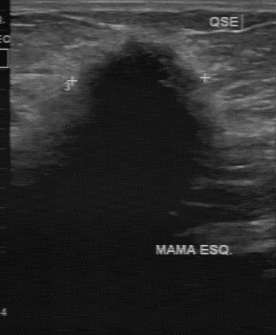
Breast US.
BI-RADS 4 in the original read. A second, independent read describes the breast lesion as follows. No calcifications are seen. Margin: irregular. The lesion boundary is unclear. The breast lesion is hypoechoic. Biopsy showed invasive lobular carcinoma, a malignant finding.